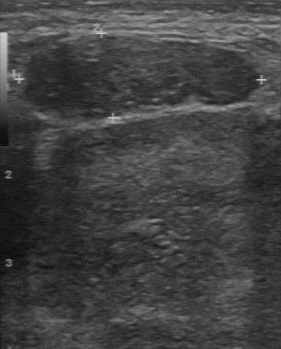
Breast ultrasound scan. Scanner: GE Logiq 7 @10-14MHz.
Lesion region of interest: x1=26, y1=35, x2=261, y2=121. The lesion is malignant on biopsy or follow-up.